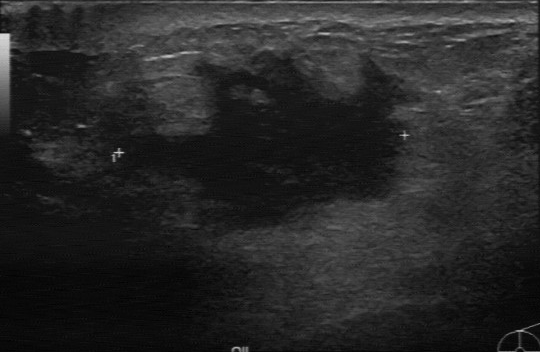
Breast ultrasound.
(coordinates in a 540x352 pixel frame) Segment the finding: bounding box top-left (118, 53), bottom-right (416, 229).